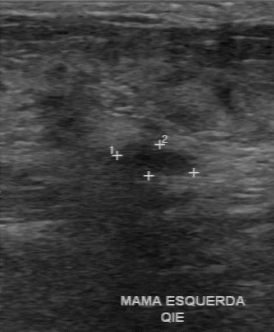
Modality: breast US. Acquired on GE Logiq 7 @10-14MHz.
Lesion boundary: clear. Contour: regular. Calcifications: none. Pathology: fibroadenoma. Second-reader BI-RADS: 3.